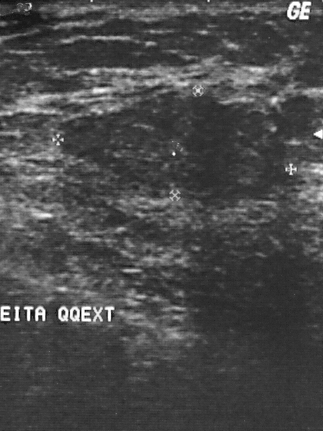
Modality: breast sonogram. Acquired on GE Logiq 5 @10-12MHz.
This breast sonogram shows a mass. Assessment: BI-RADS 2. Pathology confirmed benign fibrocystic changes.